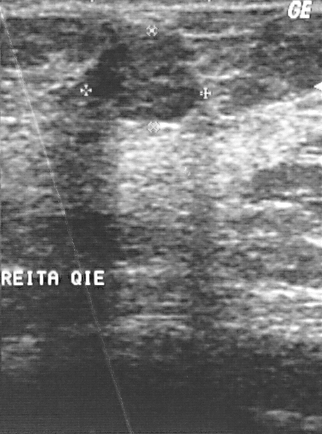
Breast sonogram.
(coordinates in a 322x434 pixel frame) Lesion bounding box: top-left (86, 35), bottom-right (204, 120). The lesion is benign on biopsy or follow-up.